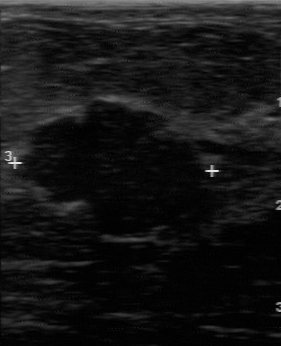
Acquired on GE Logiq 7 @10-14MHz. Modality: breast ultrasound image.
Coordinates are pixels in the 281x346 image. Lesion region of interest: (16,103)-(206,233).